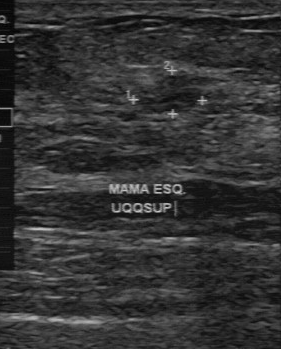
Imaging: breast US. Acquired on GE Logiq 7 @10-14MHz.
A mass is seen with calcifications: none, BI-RADS (first reader): 4, BI-RADS (second read): 3, histopathology: fibroadenoma, somewhat unclear lesion boundary.